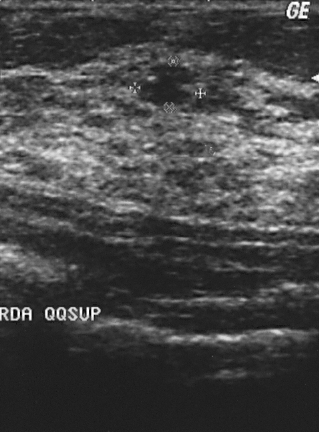
Modality: B-mode breast ultrasound.
BI-RADS assessment: 2.
This breast lesion proved benign on biopsy or follow-up.
Pathology confirmed fibroadenoma.